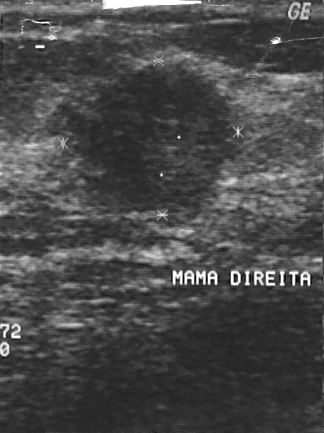
Imaging: breast US.
A lesion is seen. Assessment: BI-RADS 4. The biopsy result was invasive ductal carcinoma; the lesion is malignant.